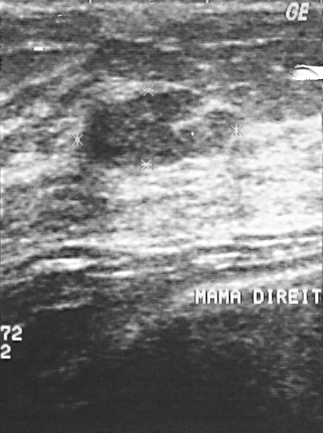
Breast ultrasound image.
A lesion is seen. It was assessed as BI-RADS 2. Biopsy showed fibroadenoma, a benign finding.